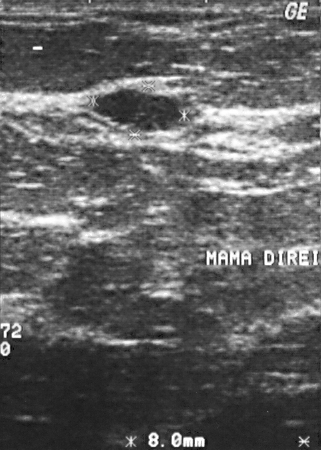
Imaging: B-mode breast ultrasound. Scanner: GE Logiq 5 @10-12MHz.
Biopsy or follow-up result: benign.